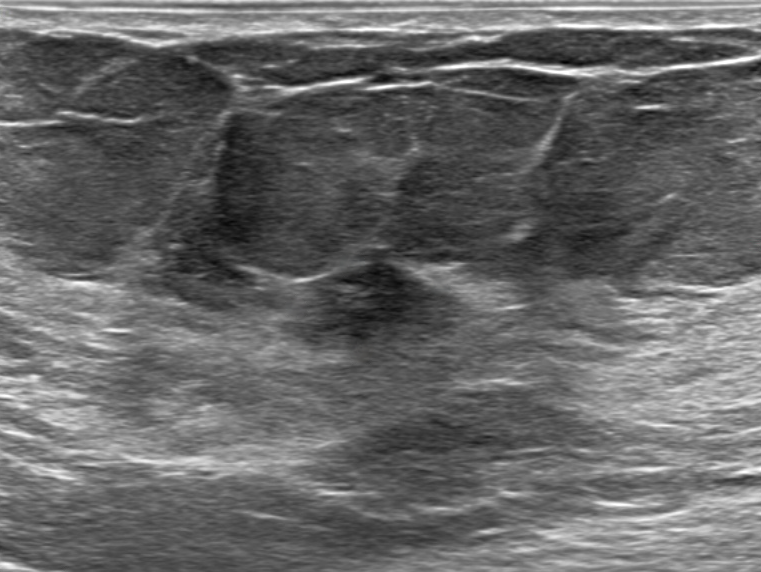
Modality: breast sonogram.
Findings: an irregular breast lesion of heterogeneous echotexture with margins that are not circumscribed (indistinct). There are no posterior features. Echogenic halo: absent. Skin thickening: none. BI-RADS 4C; malignant on biopsy or follow-up. Biopsy confirmed invasive lobular carcinoma.